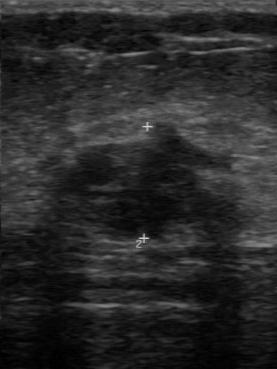
Breast ultrasound image.
BI-RADS (second read): 4B.
OUTCOME ON BIOPSY OR FOLLOW-UP: malignant.